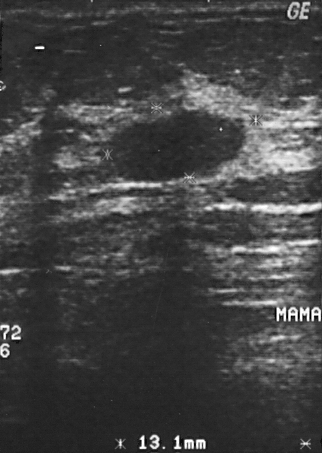
Modality: breast ultrasound scan.
Pixel coordinates (x1, y1, x2, y2): The lesion occupies approximately [105, 110, 245, 181].